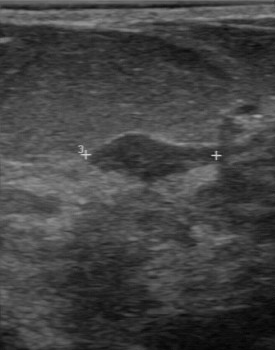
Modality: breast ultrasound image.
The breast lesion was assessed as BI-RADS 3 by the original reader.
A second, independent read describes the breast lesion as follows.
The breast lesion has a regular margin.
Boundary: clear.
Echo pattern: hypoechoic.
There are no calcifications.
Biopsy showed fibroadenoma, a benign finding.